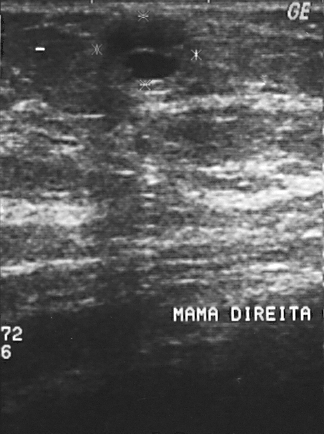
Modality: breast ultrasound image.
Coordinates are pixels in the 324x434 image. Segment the mass: bounding box 105 18 190 77.